Acquired on Toshiba Aplio 300 @12-14 MHz. Imaging: B-mode breast ultrasound.
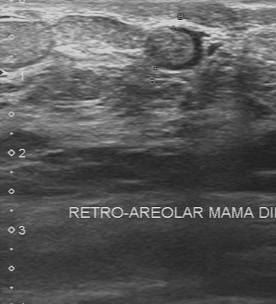
The breast lesion demonstrates BI-RADS (first reader): 3, outcome on biopsy or follow-up: benign, BI-RADS on independent re-read: 4A.